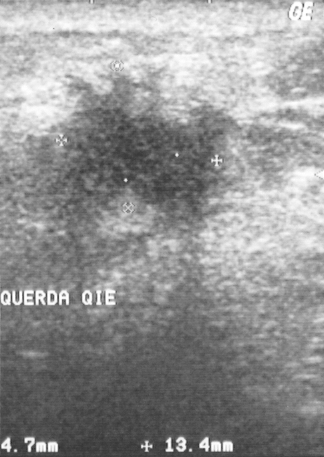
Modality: breast sonogram.
The finding is malignant on biopsy or follow-up.